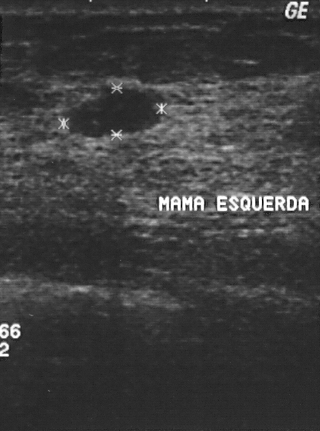
Modality: breast ultrasound scan.
The finding demonstrates BI-RADS assessment: 2, pathology: fibroadenoma.